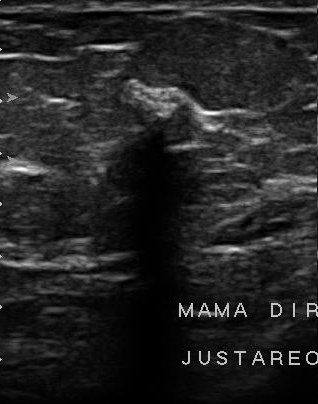
Breast sonogram.
Breast sonogram findings:
- calcifications: none
- internal echoes: hypoechoic
- boundary: unclear
- contour: irregular
- original BI-RADS: 4
- BI-RADS on independent re-read: 4B